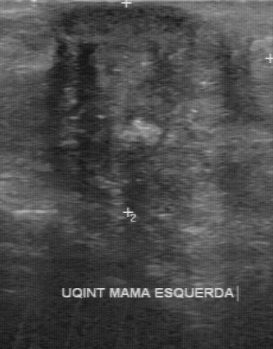
Acquired on GE Logiq 7 @10-14MHz. Modality: breast sonogram.
Pixel coordinates (x1, y1, x2, y2): Lesion region of interest: 33 4 262 220. BI-RADS 4.